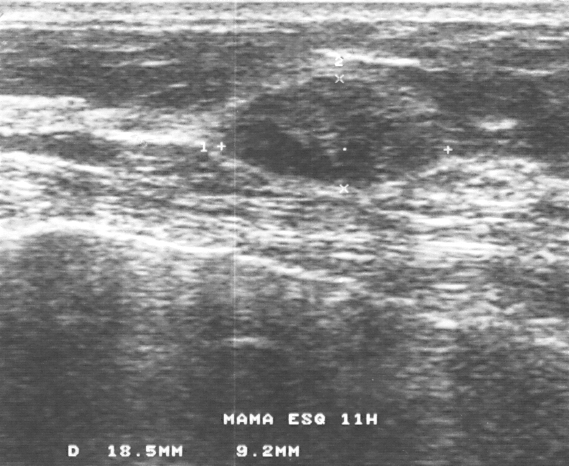
Imaging: breast ultrasound scan.
Coordinates are pixels in the 569x466 image. The finding is located within the bounding box 227 76 434 188.